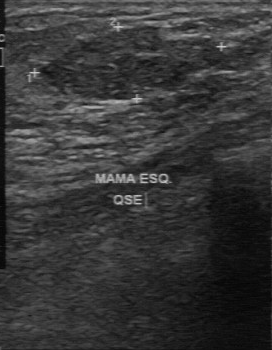
Modality: breast US.
The finding was assessed as BI-RADS 2 by the original reader. The following findings are from a second reader, independent of the original assessment. No calcifications are seen. Its boundary is fairly clear. The finding is slightly hypoechoic. The finding has a partially regular margin. Biopsy showed fibroadenoma, a benign finding.